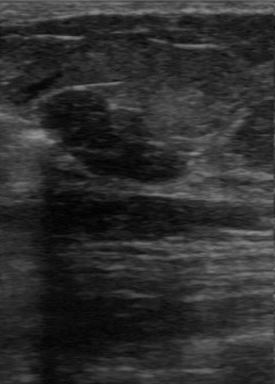
Breast sonogram.
- independent BI-RADS assessment: 3
- confirmed outcome (biopsy or follow-up): benign
- calcifications: none
- pathology: fibroadenoma